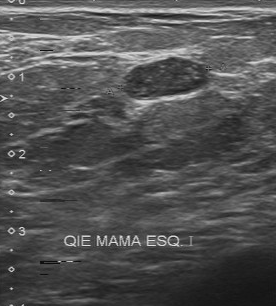
Imaging: breast ultrasound. Acquired on Toshiba Aplio 300 @12-14 MHz.
A lesion is seen with BI-RADS assessment: 4, biopsy or follow-up result: benign.